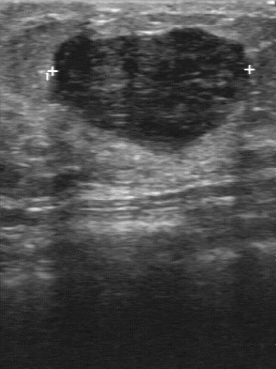
Acquired on GE Logiq 7 @10-14MHz. Breast ultrasound image.
Lesion region of interest: (48, 26) to (252, 156). The finding is benign on biopsy or follow-up.